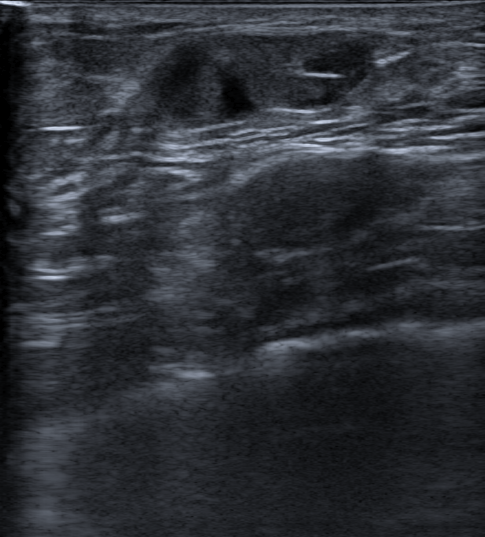
Breast ultrasound.
(coordinates in a 485x537 pixel frame) Segment the mass: bounding box [51, 30, 372, 172]. BI-RADS 3.